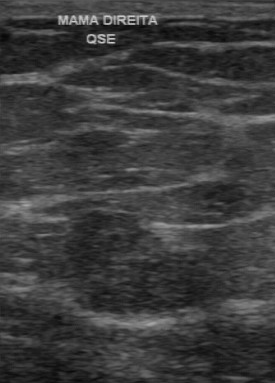
Imaging: breast ultrasound.
BI-RADS assessment: 3.